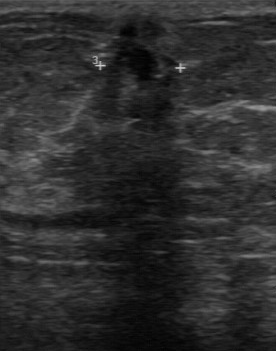
Acquired on GE Logiq 7 @10-14MHz. Modality: breast US.
BI-RADS 4 in the original read; on a second read the margin is partially regular, the boundary clear and the finding mixed cystic and solid. Calcifications: none. Histopathology: invasive ductal carcinoma (malignant).